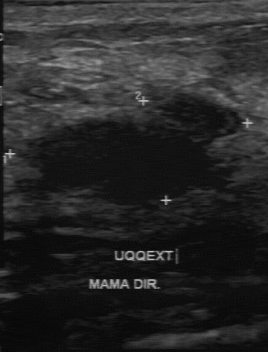
Scanner: GE Logiq 7 @10-14MHz. Imaging: breast US.
Segment the breast lesion: bounding box (20,93)-(241,203). BI-RADS 4.